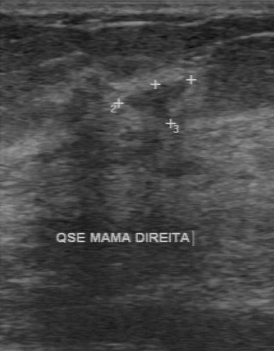
Breast ultrasound scan.
Breast ultrasound scan findings:
- lesion boundary: somewhat unclear
- BI-RADS on independent re-read: 3
- pathology: hyperplasia
- calcifications: none